Imaging: B-mode breast ultrasound. Acquired on Toshiba Aplio 300 @12-14 MHz.
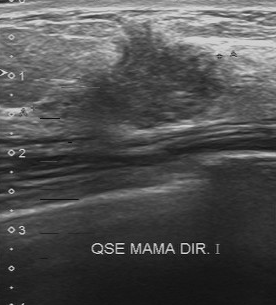
BI-RADS 4 in the original read. A second, independent read describes the breast lesion as follows. The margin is irregular. Its boundary is unclear. Internally the breast lesion is slightly hypoechoic. No calcifications are seen. Biopsy showed invasive ductal carcinoma, a malignant finding.